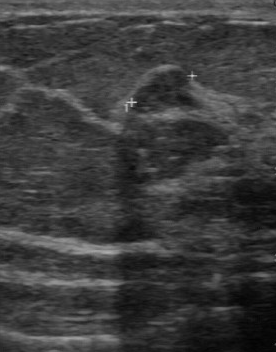
Modality: B-mode breast ultrasound. Acquired on GE Logiq 7 @10-14MHz.
Confirmed outcome (biopsy or follow-up) is benign. Histopathology: sclerosing adenosis. BI-RADS category is 4.